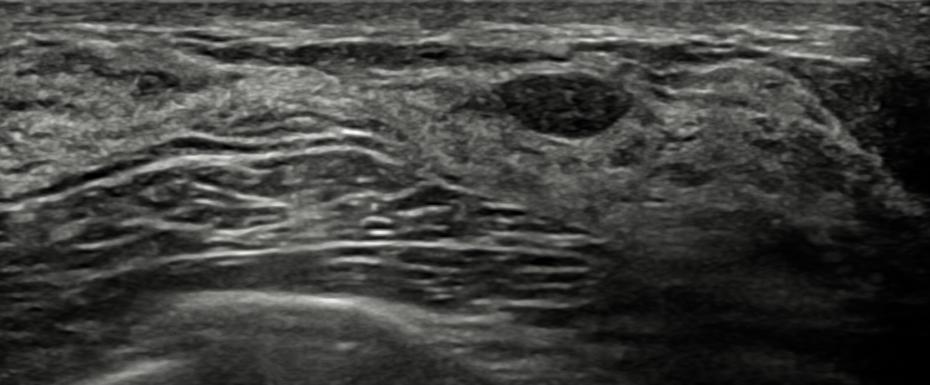
Breast ultrasound. Patient age: 48.
Radiologist impression is Fibroadenoma; Duct filled with thick fluid. The verification is confirmed by follow-up care. Lesion margin: circumscribed. Biopsy or follow-up result: benign. There is no skin thickening. There is no echogenic halo. BI-RADS assessment: 3. The posterior features are absent.